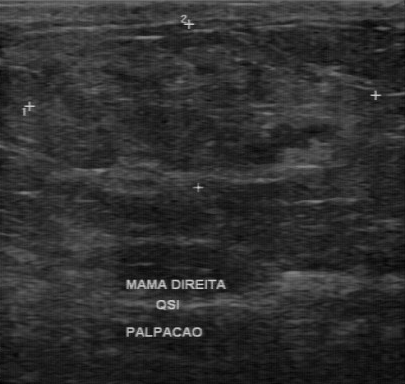
Imaging: B-mode breast ultrasound.
Lesion characteristics:
- BI-RADS on independent re-read: 3
- echo pattern: hypoechoic